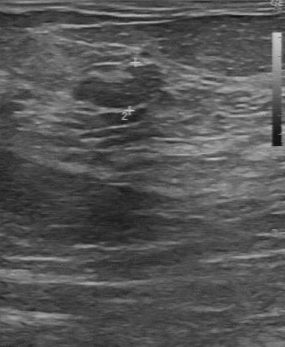
Modality: breast US.
Lesion characteristics:
- boundary: somewhat unclear
- calcifications: none
- echogenicity: slightly hypoechoic
- contour: partially regular